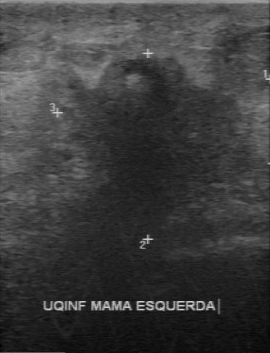
Imaging: B-mode breast ultrasound.
This B-mode breast ultrasound shows a finding with calcifications: none, confirmed outcome (biopsy or follow-up): malignant, irregular contour, unclear lesion boundary, biopsy result: invasive ductal carcinoma, hypoechoic echo pattern.